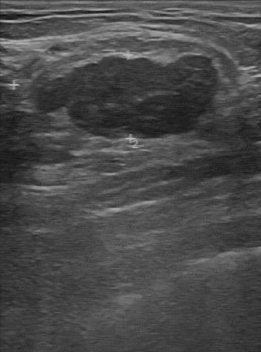
Breast US.
FINDINGS: Echogenicity: hypoechoic. Lesion boundary: fairly clear. Margin: partially regular. Confirmed outcome (biopsy or follow-up): benign. Independent BI-RADS assessment: 3. Calcifications: absent.